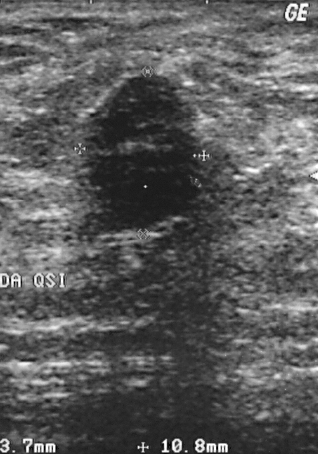
Breast sonogram.
Finding: lesion, benign on biopsy or follow-up.